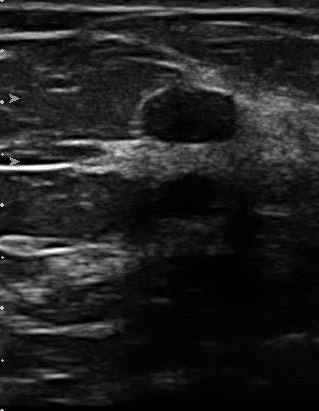
B-mode breast ultrasound.
The lesion demonstrates regular margin, biopsy or follow-up result: benign, calcifications: absent, clear boundary, hypoechoic internal echoes.